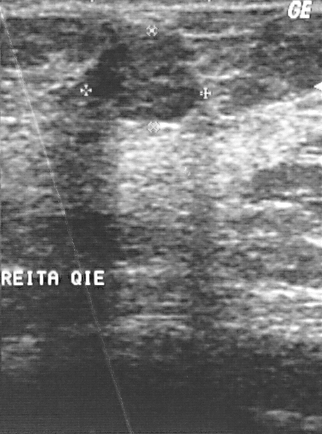
Scanner: GE Logiq 5 @10-12MHz. Imaging: breast ultrasound.
Assigned BI-RADS 2. The finding is benign on biopsy or follow-up. Histopathology: fibroadenoma.